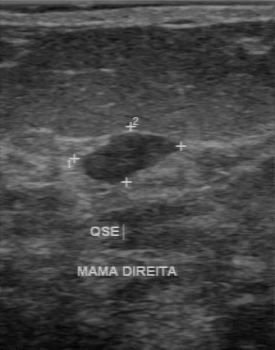
Modality: B-mode breast ultrasound.
Lesion characteristics:
- biopsy or follow-up result: benign
- calcifications: multiple calcifications
- contour: regular
- lesion boundary: clear
- echo pattern: hypoechoic